Modality: breast ultrasound.
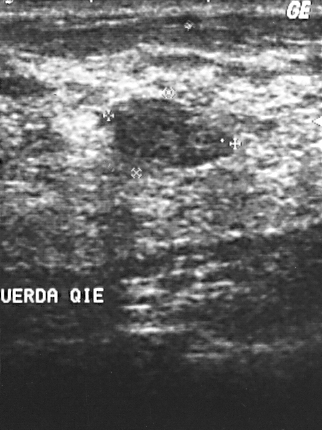
A finding is seen. Assessment: BI-RADS 2. The biopsy result was fibroadenoma; the finding is benign.